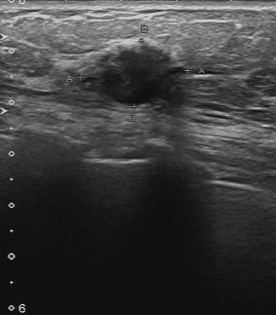
Breast ultrasound.
BI-RADS 4 in the original read. Descriptors from an independent second read (not the reader who assigned the category): The margin is partially regular. Boundary: somewhat unclear. The lesion is hypoechoic. No calcifications are seen. Biopsy showed invasive ductal carcinoma, a malignant finding.